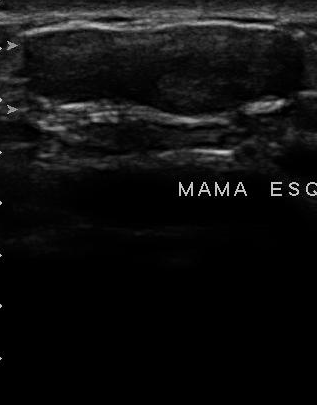
Breast sonogram. Scanner: U-Systems @10-14MHz.
Coordinates are pixels in the 317x405 image. The lesion is located within the bounding box x1=23, y1=23, x2=304, y2=113.